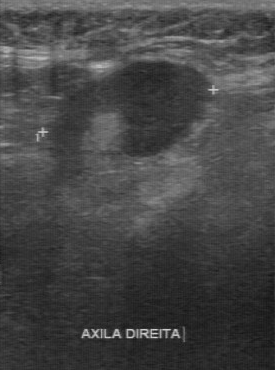
Imaging: B-mode breast ultrasound.
The finding demonstrates BI-RADS: 4.